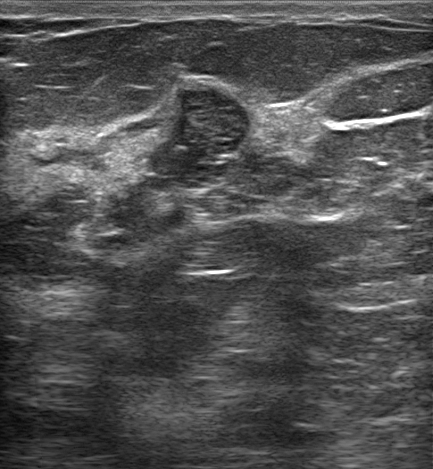
Age 43. Imaging: breast ultrasound scan.
Outcome on biopsy or follow-up: benign.